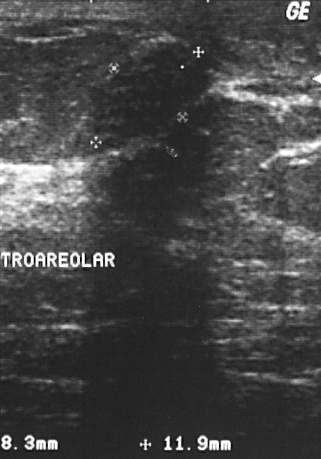
B-mode breast ultrasound.
BI-RADS category: 3.
OUTCOME ON BIOPSY OR FOLLOW-UP: benign.